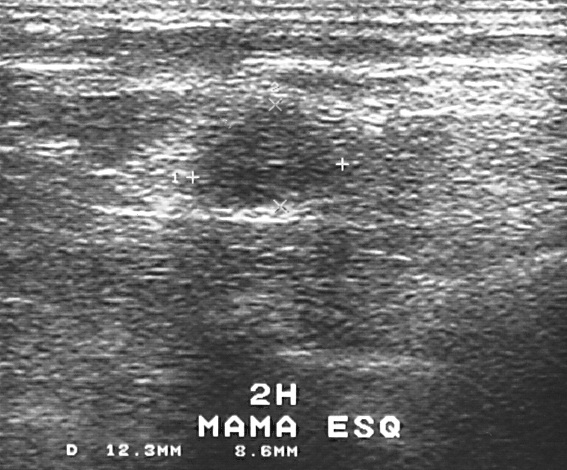
Imaging: B-mode breast ultrasound.
Pixel coordinates (x1, y1, x2, y2): Lesion bounding box: x1=192, y1=101, x2=344, y2=212. The lesion is benign on biopsy or follow-up. BI-RADS 3.